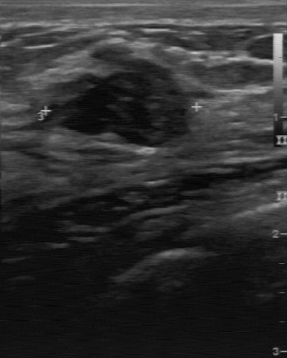
Breast ultrasound.
Breast ultrasound findings:
- pathology: fibroadenoma
- BI-RADS category: 3